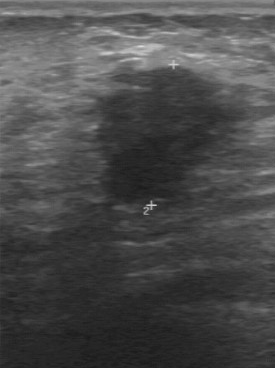
Acquired on GE Logiq 7 @10-14MHz. Imaging: breast ultrasound.
Biopsy or follow-up result: malignant.